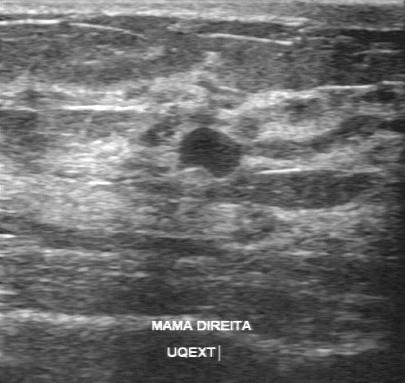
Modality: breast ultrasound image.
Finding bounding box: 179 129 239 177.